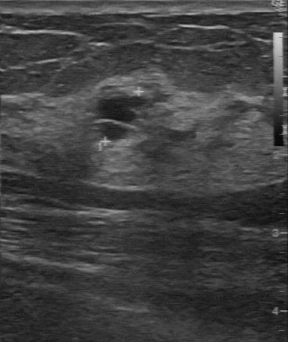
Modality: breast ultrasound image. Scanner: GE Logiq 7 @10-14MHz.
Breast ultrasound image findings:
- biopsy or follow-up result: benign
- BI-RADS: 2
- pathology: cyst